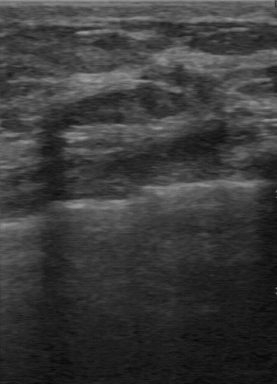
Modality: breast ultrasound scan.
The breast lesion is benign on biopsy or follow-up.